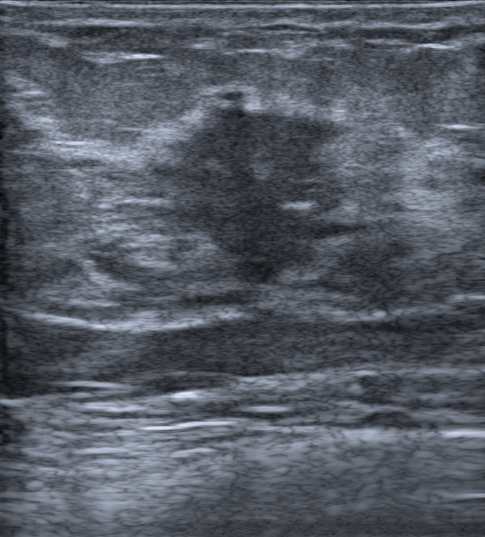
Patient age: 37. Imaging: breast ultrasound.
FINDINGS: Borders: not circumscribed - spiculated and microlobulated and indistinct. Shape: irregular. Posterior features: absent. Echogenic halo: present. Skin thickening: none. Echo pattern: hypoechoic. Outcome on biopsy or follow-up: malignant. BI-RADS category: 4C.
OUTCOME ON BIOPSY OR FOLLOW-UP: malignant.